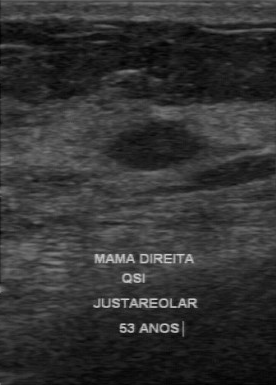
Imaging: breast sonogram.
The mass is located within the bounding box (101,121)-(214,173). BI-RADS 3.